Acquired on GE Logiq 7 @10-14MHz. Modality: breast ultrasound scan.
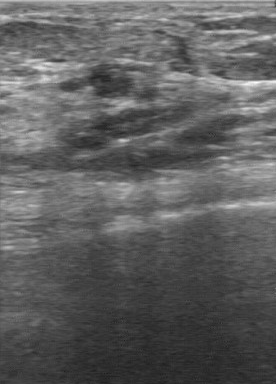
BI-RADS 3 in the original read. A second reader, independent of the original assessment, describes a hypoechoic mass with a regular margin; the boundary is clear. No calcifications are seen. The biopsy result was hyperplasia; the mass is benign.